Imaging: breast US.
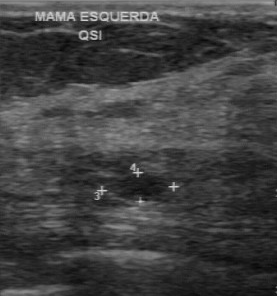
Original-read BI-RADS category: 3. On a second, independent read, a lesion with a regular margin and a fairly clear boundary is seen; it is hypoechoic. There are no calcifications. Biopsy showed hyperplasia, a benign finding.